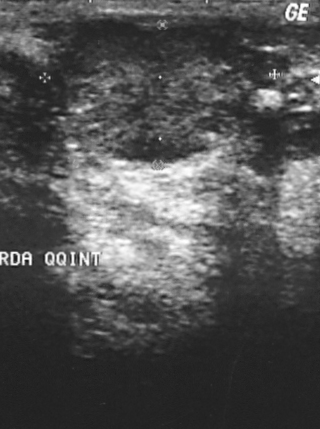
Imaging: breast ultrasound image.
FINDINGS: Outcome on biopsy or follow-up: malignant. BI-RADS: 4.
OUTCOME ON BIOPSY OR FOLLOW-UP: malignant.